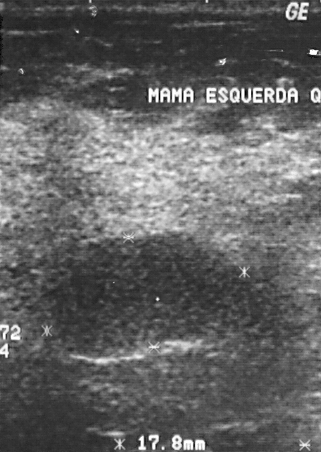
Modality: breast ultrasound image. Acquired on GE Logiq 5 @10-12MHz.
Biopsy or follow-up result: benign.